Imaging: breast ultrasound scan.
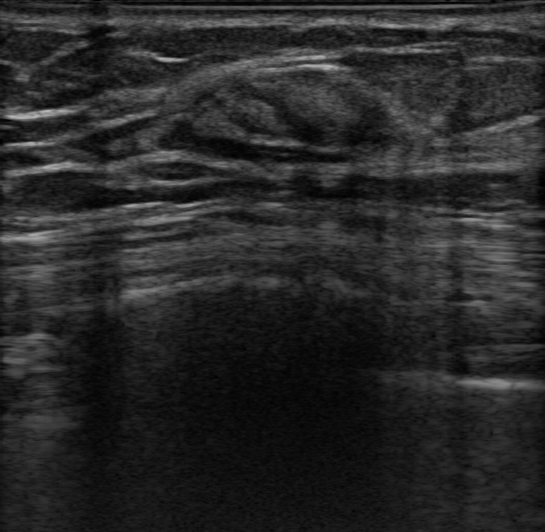
Findings: an oval lesion of heterogeneous echotexture with circumscribed margins. No posterior acoustic features are seen. No echogenic halo is seen. Calcifications: none. BI-RADS assessment: 4A; biopsy or follow-up result: benign. Differential on reading: Hamartoma. Histopathology: Hamartoma.